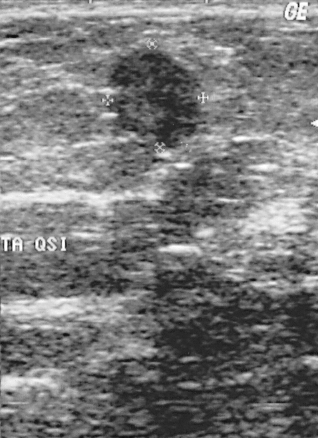
Modality: breast ultrasound. Acquired on GE Logiq 5 @10-12MHz.
Pixel coordinates (x1, y1, x2, y2): Lesion bounding box: top-left (108, 48), bottom-right (210, 151). BI-RADS 4.